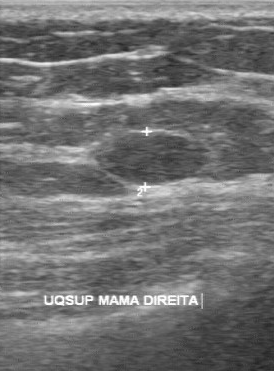
Acquired on GE Logiq 7 @10-14MHz. Modality: breast ultrasound.
The mass was assessed as BI-RADS 3 by the original reader. On a second, independent read, a mass with a regular margin and a clear boundary is seen; it is hypoechoic. There are no calcifications. Biopsy showed fibroadenoma, a benign finding.